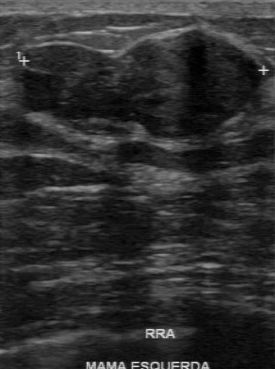
Imaging: breast US.
Pixel coordinates (x1, y1, x2, y2): Segment the breast lesion: bounding box [24, 34, 259, 137]. The breast lesion is benign on biopsy or follow-up. BI-RADS 3.